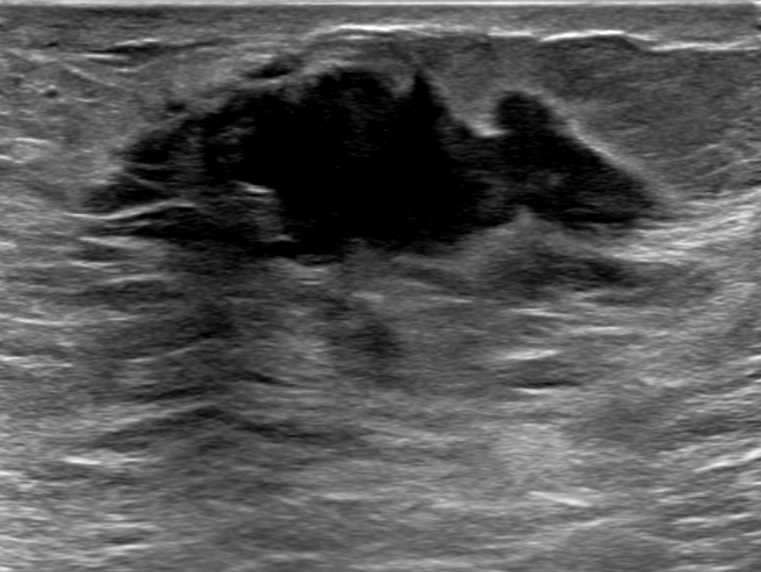
Breast ultrasound.
Breast ultrasound findings:
- posterior features: absent
- BI-RADS assessment: 5
- echogenic halo: none
- histopathology: Invasive carcinoma of no special type (NST)
- outcome on biopsy or follow-up: malignant
- skin thickening: present
- shape: irregular